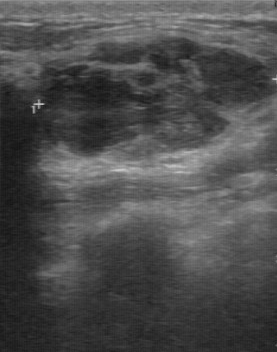
Imaging: breast ultrasound.
A breast lesion is seen with biopsy result: fibroadenoma, fairly clear boundary, calcifications: absent, heterogeneous echo pattern, partially regular contour.